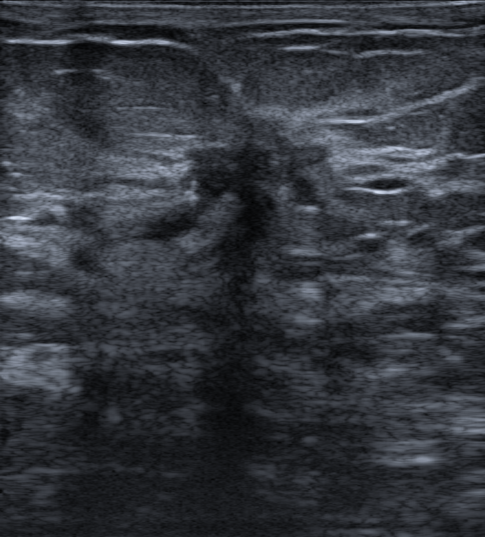
Imaging: breast ultrasound scan. Background echotexture is homogeneous: fat.
The lesion appears irregular.
Margins are not circumscribed, with spiculated, angular, microlobulated and indistinct features.
The lesion is hypoechoic.
There is posterior acoustic shadowing.
There is an echogenic halo.
No calcifications are seen.
Skin thickening: none.
BI-RADS assessment: 5.
Biopsy confirmed invasive micropapillary carcinoma.
Radiologic interpretation: Suspicion of malignancy.